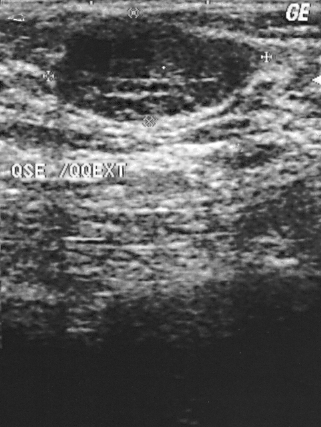
Modality: breast ultrasound scan.
(coordinates in a 321x427 pixel frame) The mass occupies approximately (53,16)-(257,121).